Modality: breast sonogram.
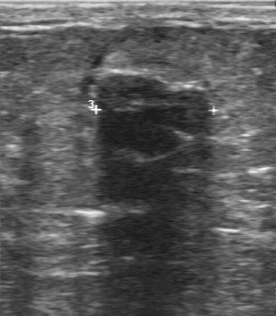
Contour is partially regular. The lesion boundary is fairly clear. No calcifications are seen. Internal echoes are slightly hypoechoic.